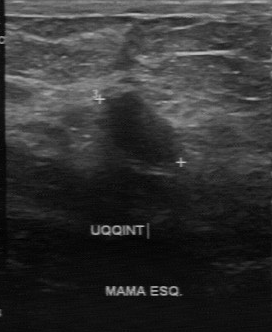
Imaging: breast sonogram.
Lesion characteristics:
- biopsy result: mastitis
- BI-RADS category: 2